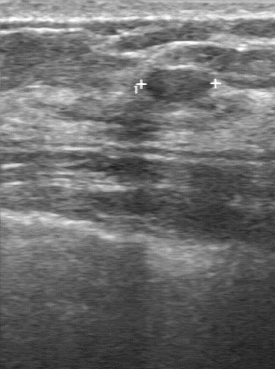
Breast ultrasound.
This breast ultrasound shows a breast lesion with regular lesion margin, slightly hypoechoic echo pattern, clear lesion boundary, BI-RADS (second read): 2.